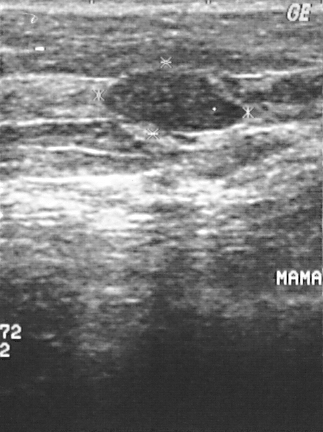
Breast ultrasound scan.
A mass is seen. It was assessed as BI-RADS 2. Pathology confirmed benign fibroadenoma.